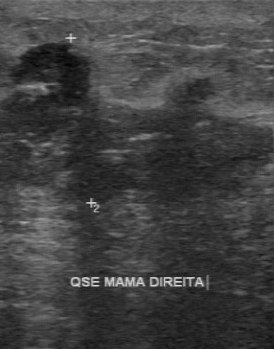
Modality: breast ultrasound.
Finding: lesion, malignant on biopsy or follow-up.